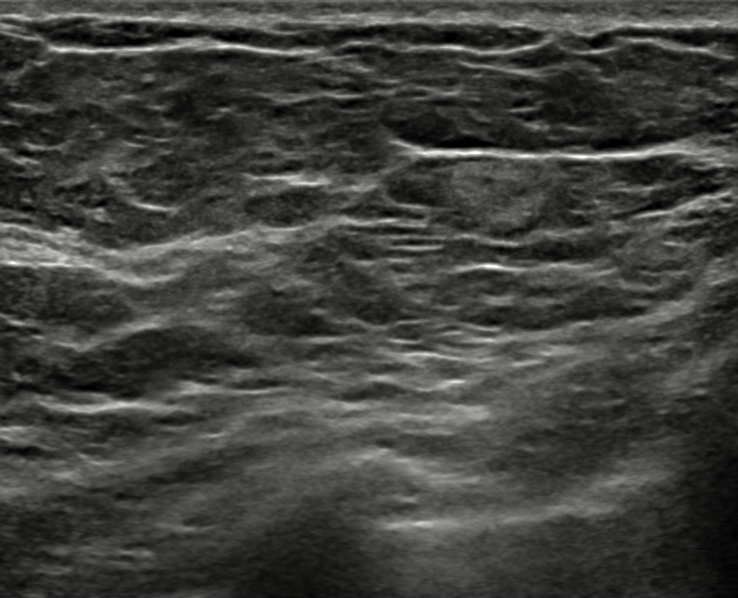
Imaging: B-mode breast ultrasound.
FINDINGS: Calcifications: none. Skin thickening: absent. Biopsy or follow-up result: benign. Lesion margin: circumscribed. BI-RADS: 2. Lesion shape: round. Posterior acoustic features: absent. Echogenicity: hyperechoic. Echogenic halo: none.
OUTCOME ON BIOPSY OR FOLLOW-UP: benign.